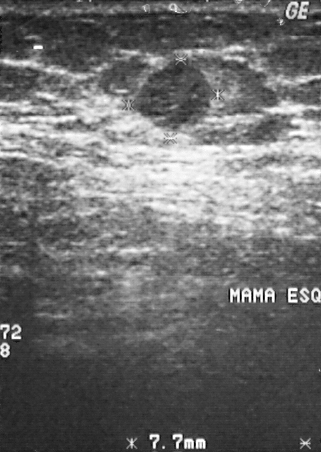
Breast ultrasound image.
Confirmed outcome (biopsy or follow-up): malignant. BI-RADS: 3.
OUTCOME ON BIOPSY OR FOLLOW-UP: malignant.